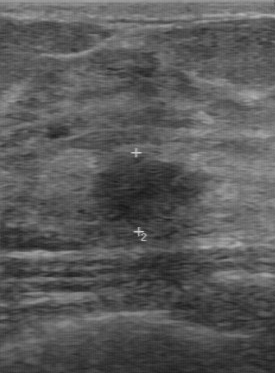
B-mode breast ultrasound.
Pixel coordinates (x1, y1, x2, y2): Lesion region of interest: (87,154)-(209,230). The mass is benign on biopsy or follow-up.